Modality: breast sonogram. Scanner: GE Logiq 5 @10-12MHz.
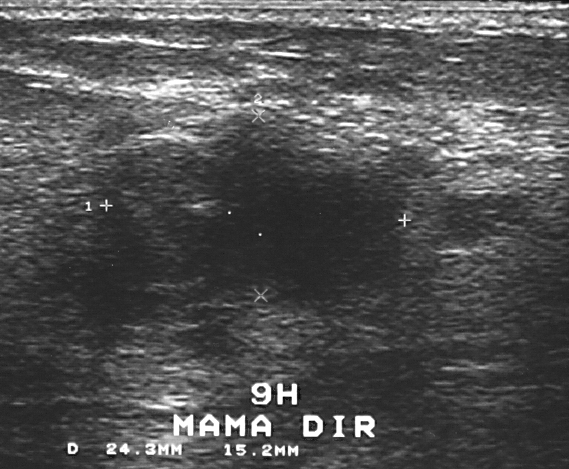
- BI-RADS category: 4
- confirmed outcome (biopsy or follow-up): benign
- histopathology: fibrocystic changes